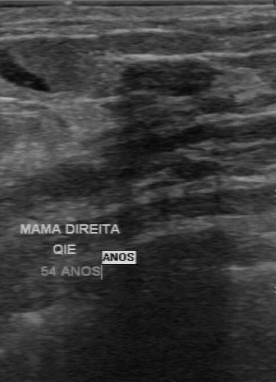
Breast ultrasound.
Finding: breast lesion, benign on biopsy or follow-up.